Acquired on GE Logiq 5 @10-12MHz. Imaging: breast sonogram.
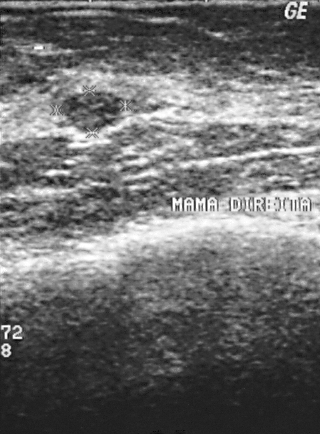
This breast sonogram shows a breast lesion, benign on biopsy or follow-up. (BI-RADS category 2.)